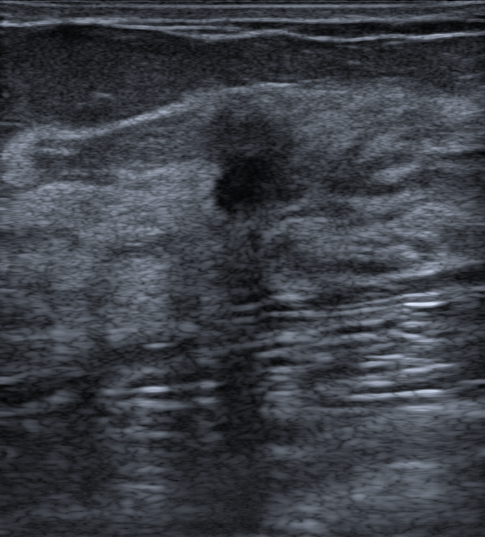
Patient age: 55. Background echotexture is heterogeneous: predominantly fibroglandular. Modality: breast US.
The breast lesion appears irregular. Margins are not circumscribed, with spiculated, microlobulated and indistinct features. The breast lesion is hypoechoic. Posterior features: shadowing. Echogenic halo: absent. There are no calcifications. Skin thickening: none. The breast lesion is benign on biopsy or follow-up. Biopsy result: Pseudoangiomatous stromal hyperplasia (PASH). BI-RADS category 4C.